Modality: breast ultrasound.
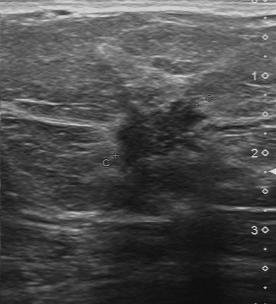
The BI-RADS assessment is 5.